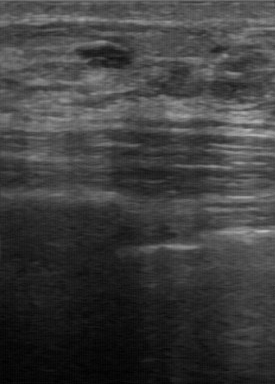
Breast US.
Pixel coordinates (x1, y1, x2, y2): The mass occupies approximately 76 44 129 69.